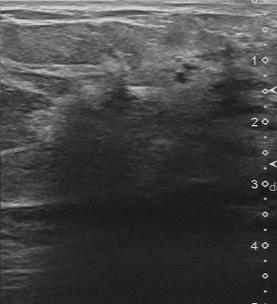
Modality: breast ultrasound image.
Breast ultrasound image findings:
- pathology: invasive ductal carcinoma
- calcifications: none
- boundary: unclear
- lesion margin: irregular
- echo pattern: hypoechoic